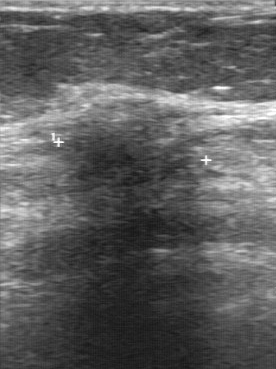
Modality: B-mode breast ultrasound. Acquired on GE Logiq 7 @10-14MHz.
The mass was categorized BI-RADS 5 in the original read. A second reader, independent of the original assessment, describes a slightly hypoechoic mass with an irregular margin; the boundary is unclear. Calcifications: suspected. Histopathology: invasive lobular carcinoma (malignant).